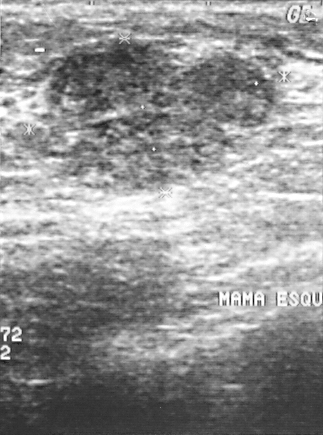
Imaging: breast US.
This breast US shows a mass. Assessment: BI-RADS 2. Biopsy showed fibroadenoma, a benign finding.